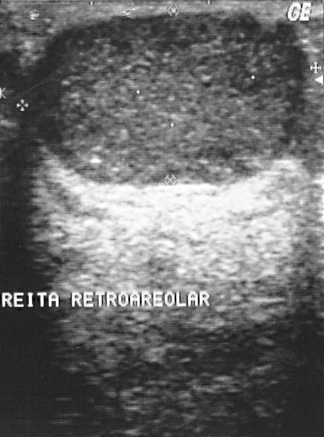
Modality: breast sonogram.
BI-RADS assessment: 2. Histopathology: cyst (benign).